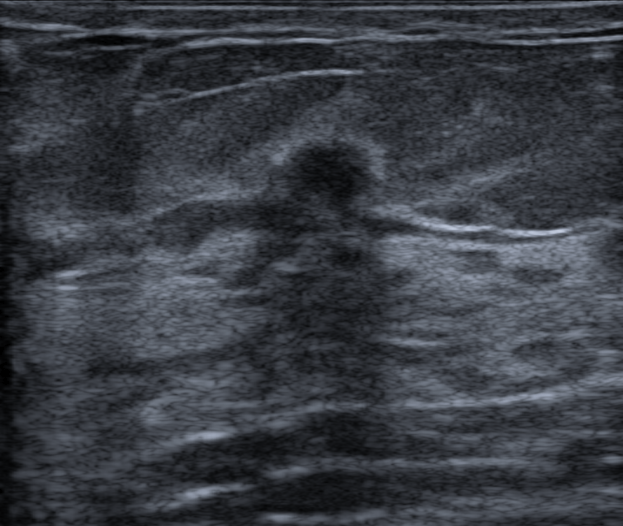
Background echotexture is heterogeneous: predominantly fibroglandular. Breast ultrasound scan.
Lesion bounding box: (278,137)-(383,222).